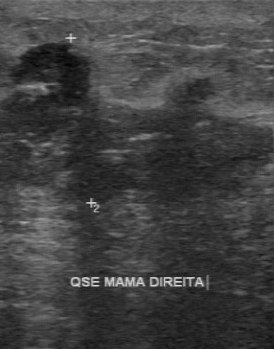
Modality: breast ultrasound image. Scanner: GE Logiq 7 @10-14MHz.
FINDINGS: Breast ultrasound image. Lesion margin: irregular. Echo pattern: heterogeneous. Lesion boundary: unclear. Calcifications: multiple calcifications.
OUTCOME ON BIOPSY OR FOLLOW-UP: malignant.